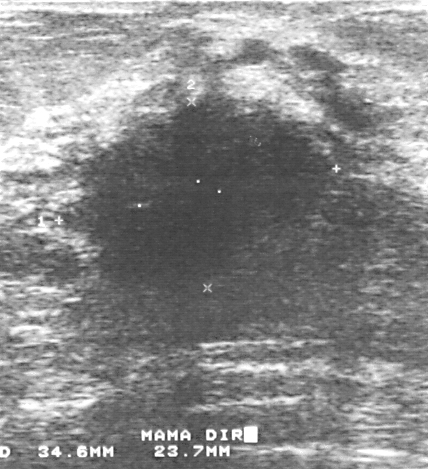
Imaging: breast US.
BI-RADS: 4. Confirmed outcome (biopsy or follow-up): malignant.
OUTCOME ON BIOPSY OR FOLLOW-UP: malignant.